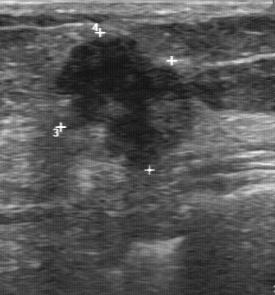
Breast ultrasound image.
The margin is irregular. Confirmed outcome (biopsy or follow-up): malignant. The lesion boundary is unclear. Echo pattern: hypoechoic. No calcifications are seen.